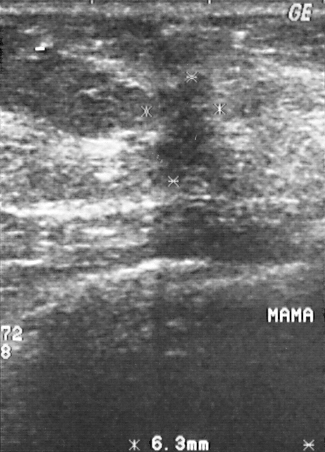
Modality: breast US.
Breast US findings:
- histopathology: invasive ductal carcinoma
- outcome on biopsy or follow-up: malignant
- BI-RADS category: 4